Breast ultrasound.
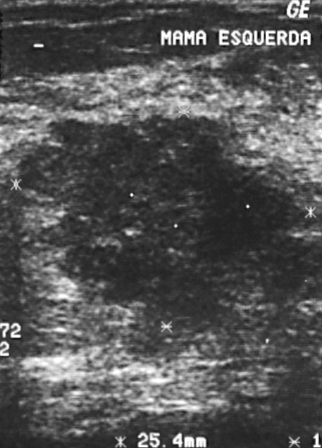
(coordinates in a 322x448 pixel frame) Breast lesion bounding box: [17, 116, 307, 357].